Modality: breast ultrasound image.
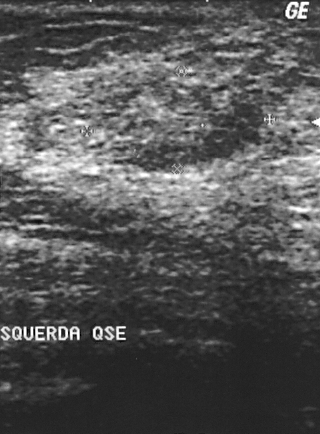
Outcome on biopsy or follow-up: benign.